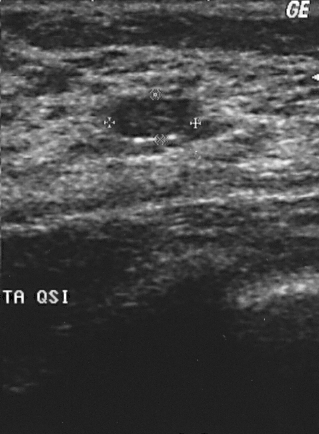
Breast US.
Outcome on biopsy or follow-up: benign. BI-RADS assessment: 2. Histopathology: fibroadenoma (benign).